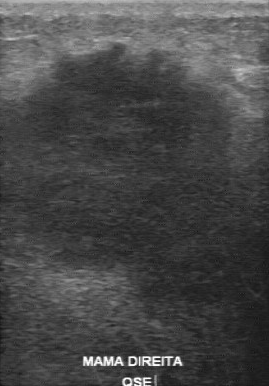
Acquired on GE Logiq 7 @10-14MHz. Breast ultrasound image.
The mass was assessed as BI-RADS 5 by the original reader. On a second, independent read, a mass with an irregular margin and an unclear boundary is seen; it is hypoechoic. Biopsy showed invasive ductal carcinoma, a malignant finding.